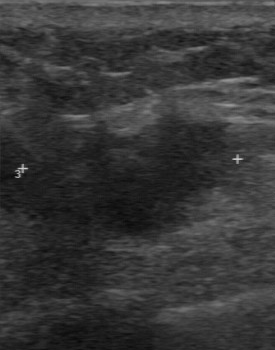
Imaging: breast ultrasound scan.
Lesion characteristics:
- lesion boundary: somewhat unclear
- calcifications: none
- outcome on biopsy or follow-up: malignant
- echogenicity: heterogeneous
- pathology: invasive lobular carcinoma
- lesion margin: partially regular